B-mode breast ultrasound.
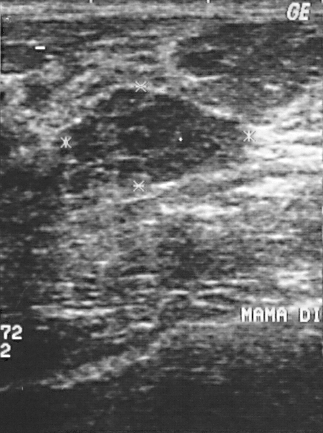
Outcome on biopsy or follow-up: benign. BI-RADS 2.